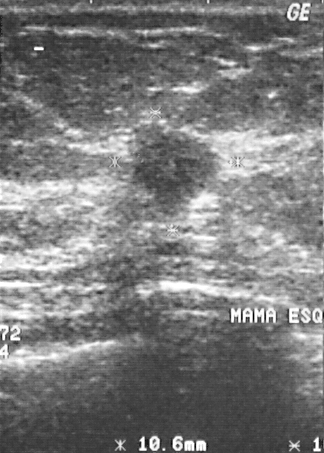
Breast ultrasound.
The mass is malignant on biopsy or follow-up.